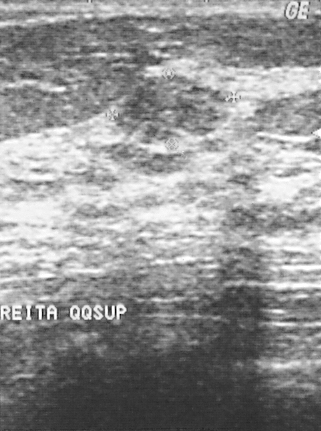
Breast US.
This breast lesion proved benign on biopsy or follow-up. BI-RADS assessment: 2. The biopsy result was fibroadenoma.